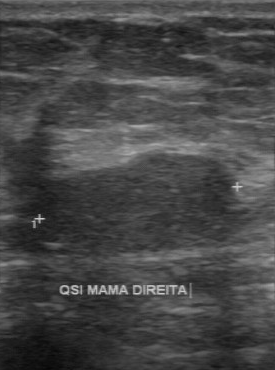
Imaging: breast ultrasound image.
BI-RADS 3 in the original read.
The following findings are from a second reader, independent of the original assessment.
The margin is regular.
Boundary: clear.
The lesion is hypoechoic.
Calcifications: none.
Histopathology: fibroadenoma (benign).